Modality: breast ultrasound. Scanner: GE Logiq 7 @10-14MHz.
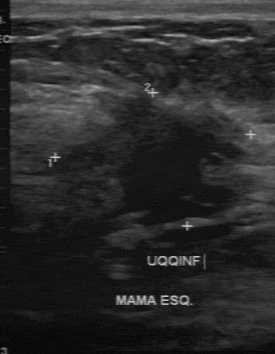
The breast lesion was assessed as BI-RADS 4 by the original reader. Findings on the second read (an independent reader): a hypoechoic breast lesion, margin irregular, boundary unclear. The biopsy result was invasive ductal carcinoma; the breast lesion is malignant.